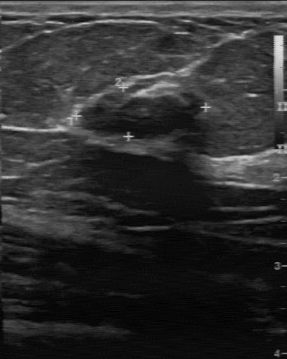
Imaging: breast ultrasound image.
The original reader assigned BI-RADS 4. Findings on the second read (an independent reader): a hypoechoic mass, margin regular, boundary fairly clear. Calcifications: none. The biopsy result was fibroadenoma; the mass is benign.